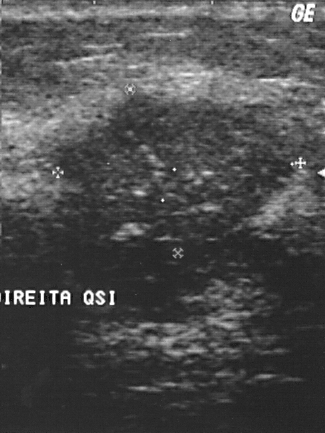
Imaging: breast sonogram.
Mass: malignant on biopsy or follow-up.